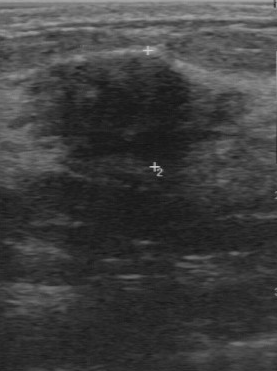
Breast sonogram.
The internal echoes are hypoechoic. Lesion margin is regular. Calcifications are absent. Lesion boundary: fairly clear. Biopsy or follow-up result is benign.